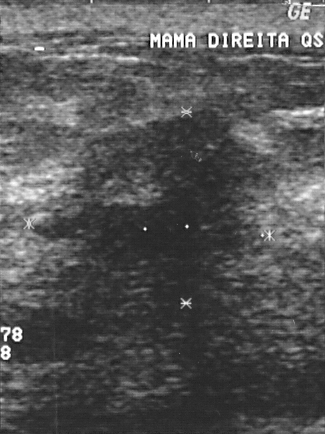
Imaging: breast ultrasound scan. Acquired on GE Logiq 5 @10-12MHz.
A lesion is present on this breast ultrasound scan. BI-RADS category 4. Biopsy showed invasive ductal carcinoma, a malignant finding.